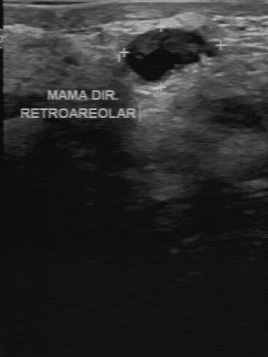
Modality: breast ultrasound image.
The BI-RADS on independent re-read is 3.